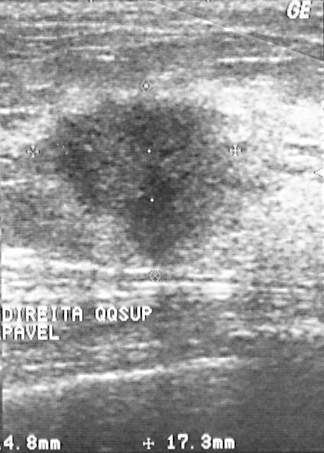
Modality: breast sonogram.
A breast lesion is present on this breast sonogram. It was assessed as BI-RADS 4. Histopathology: invasive ductal carcinoma (malignant).